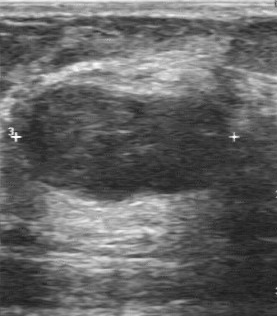
Imaging: breast ultrasound scan.
- BI-RADS category: 3